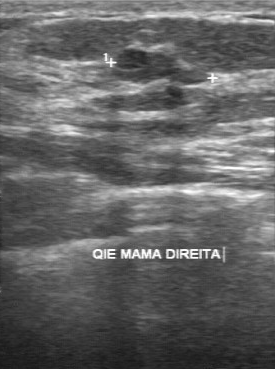
Breast ultrasound scan. Acquired on GE Logiq 7 @10-14MHz.
This breast ultrasound scan shows a lesion with histopathology: fibroadenoma, partially regular lesion margin, fairly clear boundary, calcifications: absent, slightly hypoechoic internal echoes.